Breast ultrasound image. Scanner: U-Systems @10-14MHz.
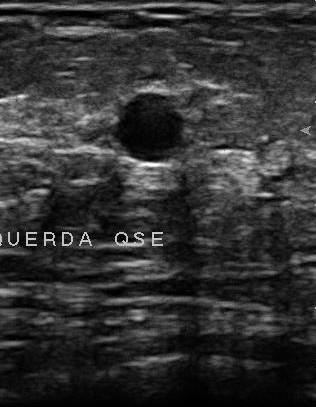
- BI-RADS (first reader): 2
- BI-RADS (second read): 3
- confirmed outcome (biopsy or follow-up): benign